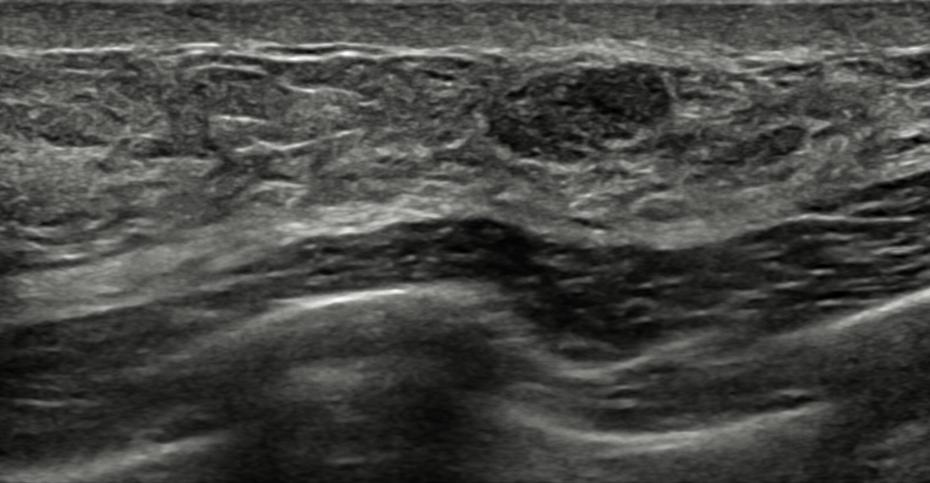
Background tissue composition: heterogeneous: predominantly fibroglandular. Modality: breast ultrasound.
The finding occupies approximately top-left (480, 49), bottom-right (664, 165).